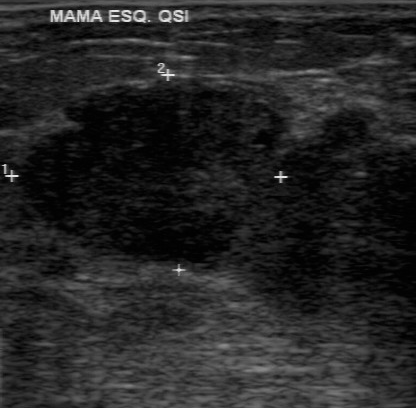
Modality: B-mode breast ultrasound.
The original reader assigned BI-RADS 3.
On a second read by an independent reader:
The mass is hypoechoic.
Margin: regular.
Boundary: fairly clear.
Calcifications: none.
Biopsy showed phyllodes tumor, a malignant finding.